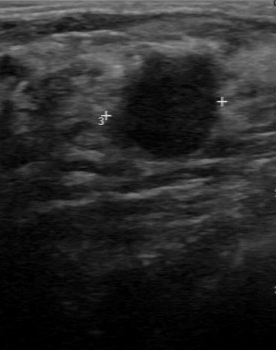
Imaging: B-mode breast ultrasound.
The original reader assigned BI-RADS 4. On a second, independent read, a finding with a partially regular margin and a clear boundary is seen; it is hypoechoic. Calcifications: none. Biopsy showed fibroadenoma, a benign finding.